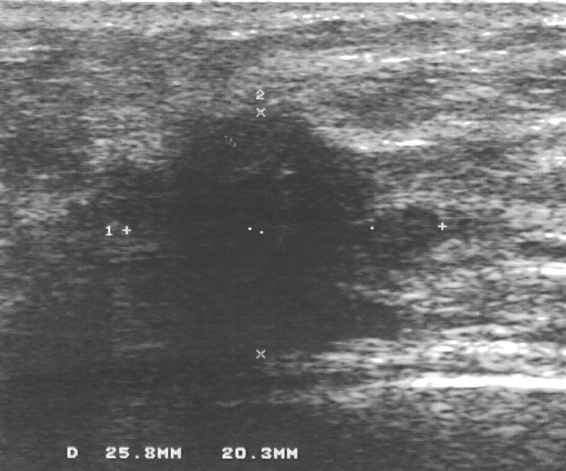
Breast ultrasound scan.
Lesion characteristics:
- BI-RADS: 4
- confirmed outcome (biopsy or follow-up): malignant